Breast ultrasound image.
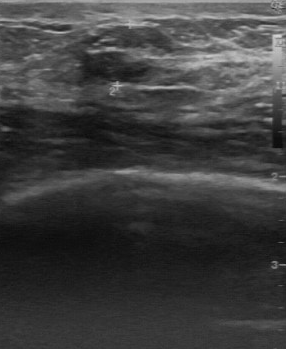
Lesion characteristics:
- lesion boundary: fairly clear
- BI-RADS (first reader): 3
- echogenicity: slightly hypoechoic
- independent BI-RADS assessment: 3
- calcifications: none